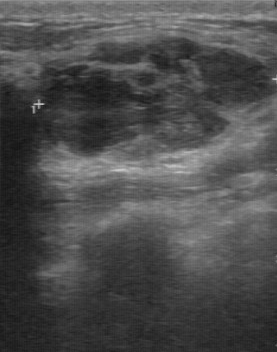
Imaging: breast ultrasound. Scanner: GE Logiq 7 @10-14MHz.
The mass demonstrates biopsy or follow-up result: benign, BI-RADS on independent re-read: 4A, pathology: fibroadenoma, partially regular contour, calcifications: none, heterogeneous internal echoes, fairly clear lesion boundary.